Acquired on GE Logiq 5 @10-12MHz. Breast US.
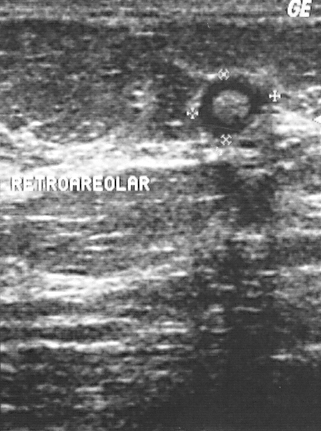
This breast US shows a mass. Assessment: BI-RADS 2. Histopathology: cyst (benign).